Imaging: breast ultrasound image.
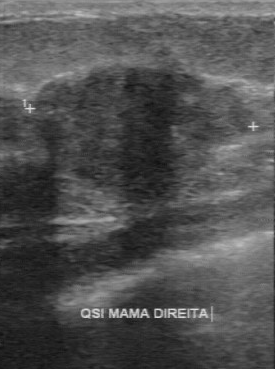
BI-RADS category is 4. Outcome on biopsy or follow-up is malignant.